Imaging: breast sonogram.
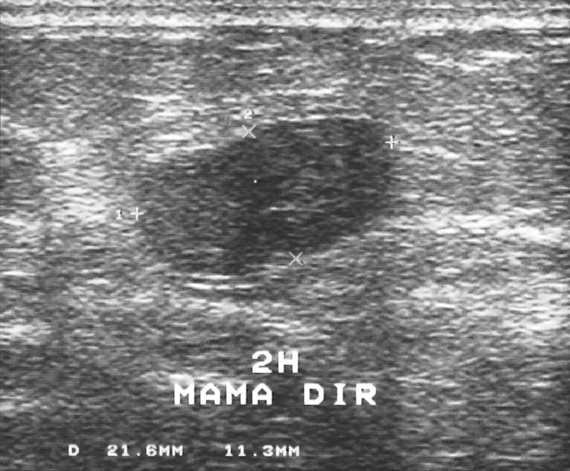
BI-RADS assessment: 3.
This lesion proved benign on biopsy or follow-up.
Pathology confirmed fibroadenoma.